Modality: breast US.
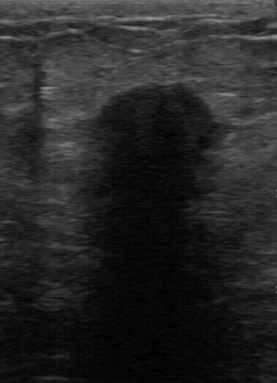
The lesion was categorized BI-RADS 4 in the original read. Findings on the second read (an independent reader): a hypoechoic lesion, margin irregular, boundary unclear. No calcifications are seen. Biopsy showed invasive ductal carcinoma, a malignant finding.